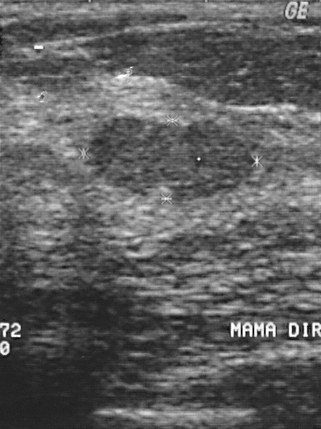
Modality: breast ultrasound.
Biopsy showed fibrocystic changes. BI-RADS assessment: 2. The breast lesion is benign on biopsy or follow-up.